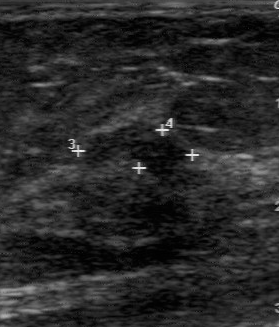
Modality: breast ultrasound.
Breast ultrasound findings:
- histopathology: fibroadenoma
- BI-RADS: 4
- biopsy or follow-up result: benign